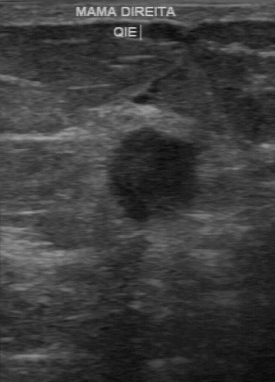
Breast ultrasound scan.
Margin: partially regular. Boundary: fairly clear. Calcifications: none. Echogenicity: hypoechoic.
OUTCOME ON BIOPSY OR FOLLOW-UP: malignant.